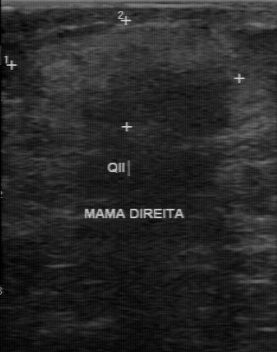
Breast ultrasound scan.
The lesion demonstrates original BI-RADS: 2, confirmed outcome (biopsy or follow-up): benign, BI-RADS (second read): 3, regular lesion margin.